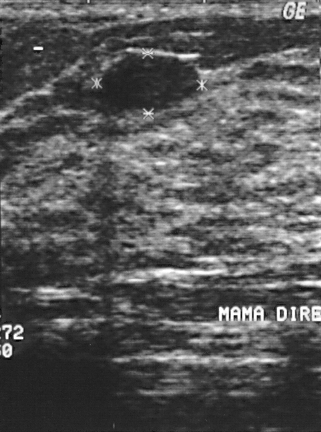
Modality: breast US.
This breast US shows a lesion. It was assessed as BI-RADS 2. The biopsy result was fibroadenoma; the lesion is benign.